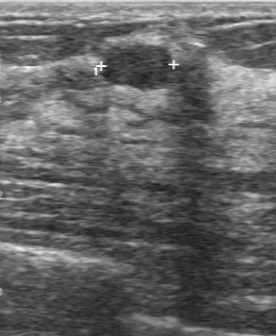
Breast ultrasound scan.
Lesion region of interest: (103, 45) to (171, 88). The breast lesion is benign on biopsy or follow-up.